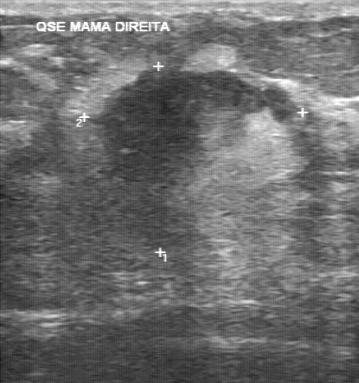
Modality: B-mode breast ultrasound.
This B-mode breast ultrasound shows a lesion, malignant on biopsy or follow-up.